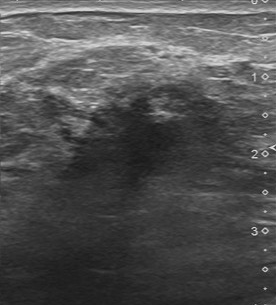
Modality: breast ultrasound scan.
BI-RADS 5 in the original read; on a second read the margin is irregular, the boundary unclear and the lesion hypoechoic. Calcifications: suspected. Pathology confirmed malignant invasive ductal carcinoma.